Breast sonogram. Acquired on GE Logiq 5 @10-12MHz.
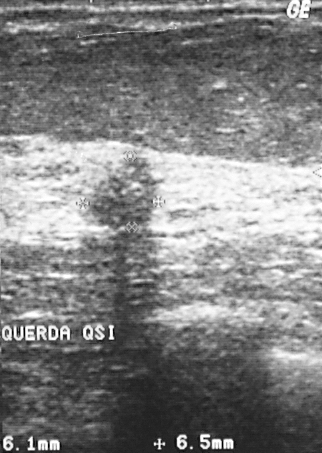
The lesion is malignant on biopsy or follow-up. (BI-RADS category 3.)